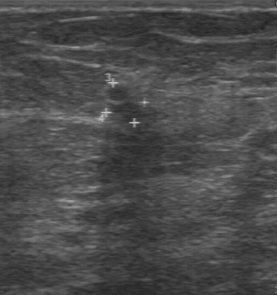
Imaging: breast US.
BI-RADS assessment: 3.
OUTCOME ON BIOPSY OR FOLLOW-UP: malignant.